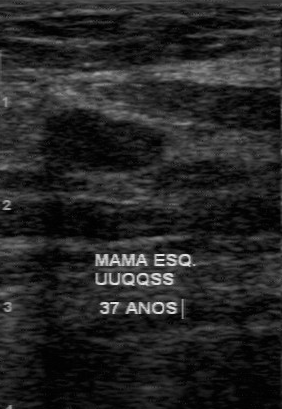
Breast ultrasound.
A mass is seen with regular lesion margin, original BI-RADS: 3, calcifications: absent, clear lesion boundary, second-reader BI-RADS: 3, hypoechoic echo pattern, outcome on biopsy or follow-up: benign.